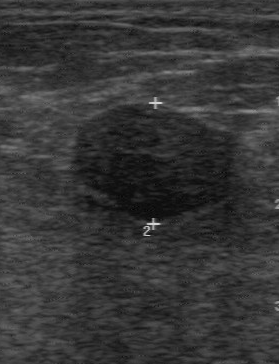
Breast sonogram.
The lesion was categorized BI-RADS 2 in the original read.
On a second read by an independent reader:
Margin: regular.
The lesion boundary is clear.
Internally the lesion is hypoechoic.
Calcifications: none.
Biopsy showed fibroadenoma, a benign finding.